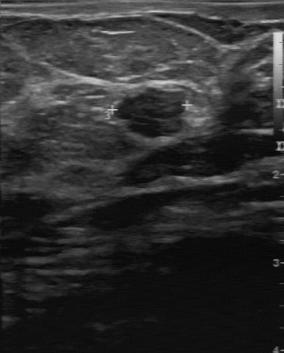
Breast sonogram.
The BI-RADS category is 3.